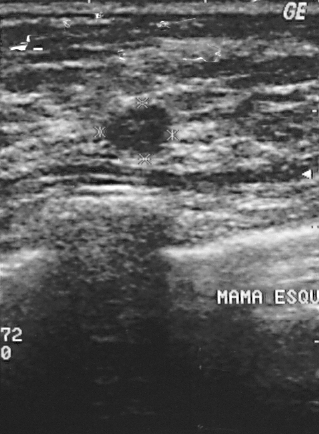
Imaging: breast ultrasound scan.
This breast ultrasound scan shows a mass, benign on biopsy or follow-up. BI-RADS 2.